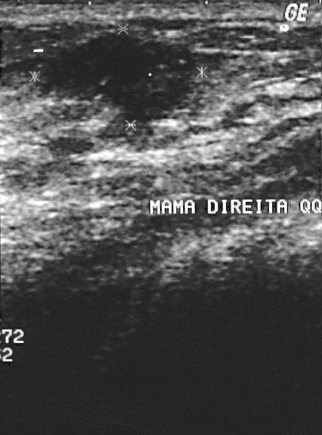
Scanner: GE Logiq 5 @10-12MHz. Breast US.
Lesion: malignant on biopsy or follow-up. BI-RADS 3.